Scanner: GE Logiq 5 @10-12MHz. B-mode breast ultrasound.
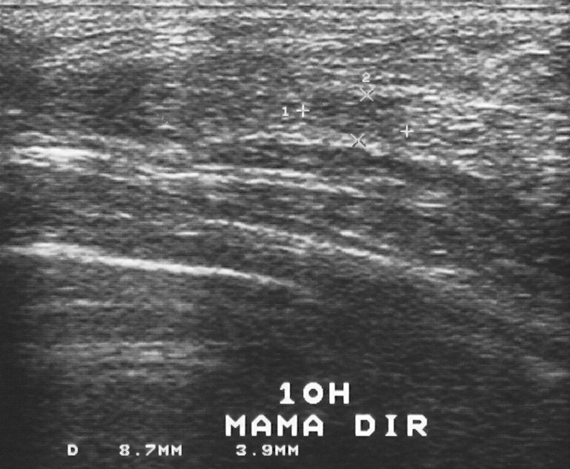
Outcome on biopsy or follow-up: benign.